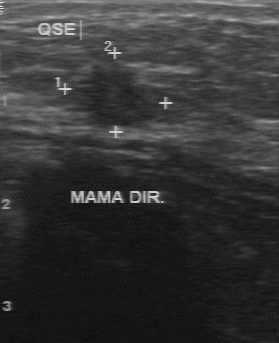
Acquired on GE Logiq 7 @10-14MHz. Breast US.
This breast US shows a mass with second-reader BI-RADS: 4A.